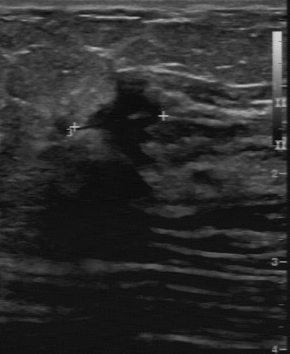
Imaging: B-mode breast ultrasound.
The original reader assigned BI-RADS 5. Findings on the second read (an independent reader): a hypoechoic mass, margin irregular, boundary unclear. The biopsy result was invasive ductal carcinoma; the mass is malignant.